Imaging: breast ultrasound image. Acquired on GE Logiq 7 @10-14MHz.
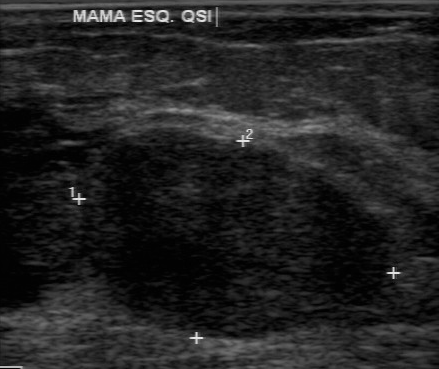
This breast ultrasound image shows a finding, malignant on biopsy or follow-up. BI-RADS 4.